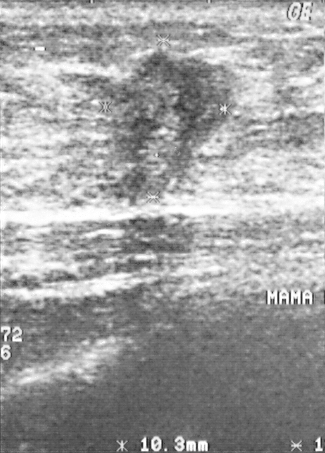
Acquired on GE Logiq 5 @10-12MHz. Imaging: breast ultrasound scan.
(coordinates in a 325x453 pixel frame) Mass bounding box: 100 43 235 205.